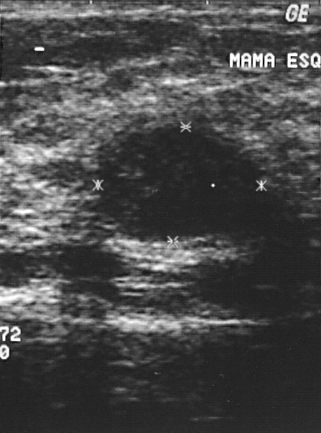
Acquired on GE Logiq 5 @10-12MHz. Breast ultrasound.
Breast ultrasound findings:
- pathology: fibroadenoma
- BI-RADS category: 2